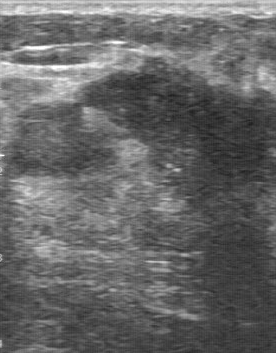
Imaging: breast ultrasound.
The breast lesion is malignant on biopsy or follow-up. BI-RADS 5.